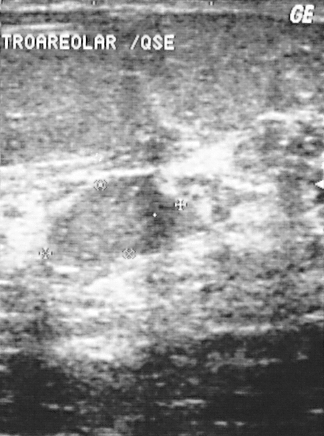
Breast sonogram.
Outcome on biopsy or follow-up: malignant.